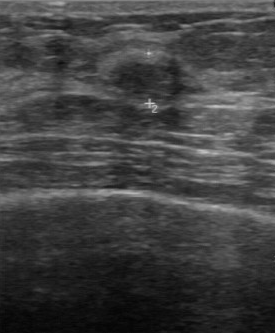
Modality: breast US.
This breast US shows a lesion with BI-RADS assessment: 3.